Imaging: breast ultrasound image. Acquired on GE Logiq 7 @10-14MHz.
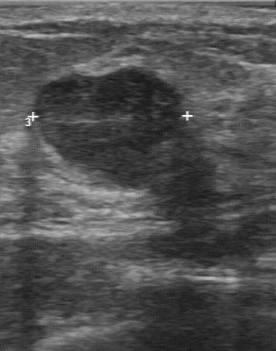
Histopathology: fibroadenoma. BI-RADS: 3.
OUTCOME ON BIOPSY OR FOLLOW-UP: benign.